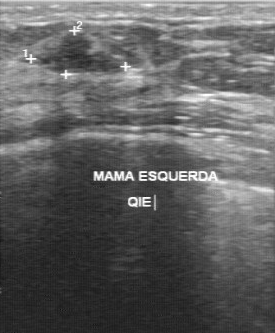
Scanner: GE Logiq 7 @10-14MHz. Breast ultrasound image.
Finding: lesion, benign on biopsy or follow-up.